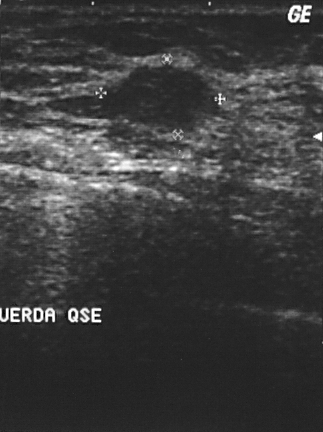
Scanner: GE Logiq 5 @10-12MHz. Breast sonogram.
Pathology confirmed fibroadenoma. The breast lesion is benign on biopsy or follow-up. Assigned BI-RADS 2.